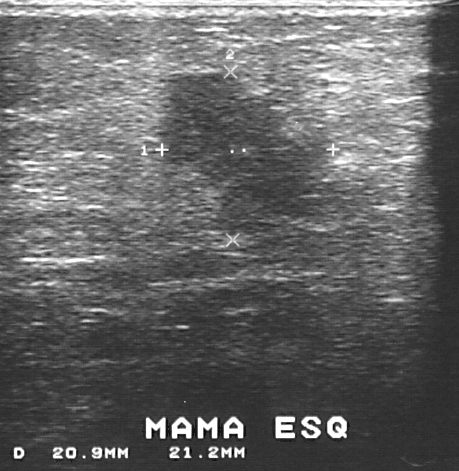
Imaging: B-mode breast ultrasound.
Biopsy or follow-up result: malignant.